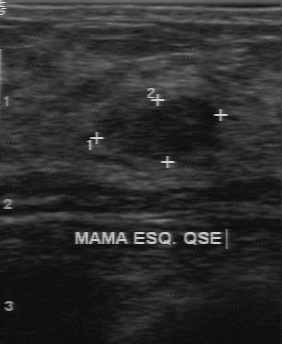
Breast US.
Pixel coordinates (x1, y1, x2, y2): Finding bounding box: 99 98 219 159. The finding is benign on biopsy or follow-up.